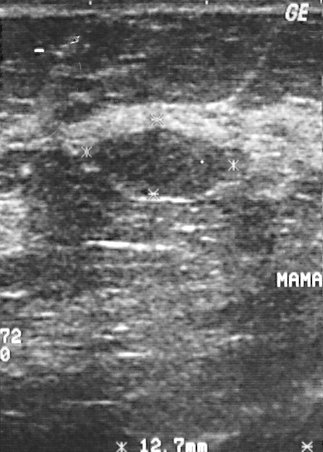
Modality: breast ultrasound scan.
Outcome on biopsy or follow-up: benign. (BI-RADS category 2.)